Breast ultrasound image.
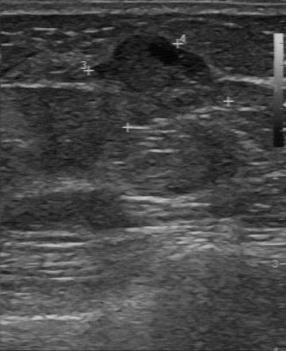
FINDINGS: Echogenicity: slightly hypoechoic. Second-reader BI-RADS: 4A. Calcifications: absent. Lesion boundary: somewhat unclear. BI-RADS (first reader): 4.